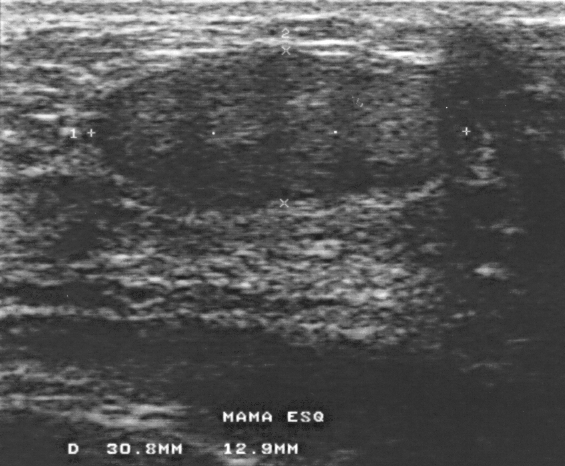
Imaging: breast ultrasound. Scanner: GE Logiq 5 @10-12MHz.
Coordinates are pixels in the 565x466 image. The breast lesion occupies approximately x1=88, y1=46, x2=470, y2=214.